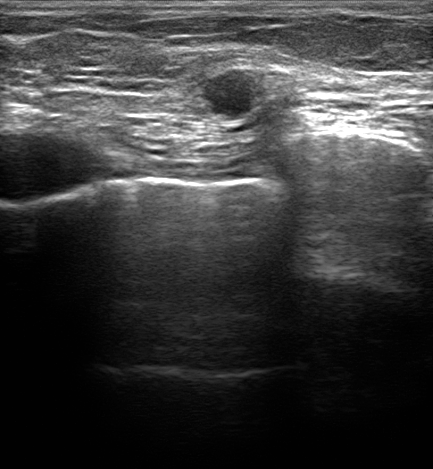
Breast US.
Mass bounding box: [204, 72, 259, 131]. The mass is malignant on biopsy or follow-up.